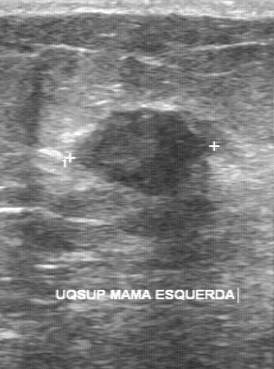
Imaging: breast sonogram.
BI-RADS 4 in the original read; on a second read the margin is partially regular, the boundary fairly clear and the lesion slightly hypoechoic. Histopathology: invasive ductal carcinoma (malignant).